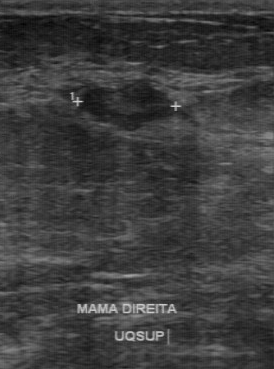
Breast ultrasound scan.
BI-RADS 3 in the original read; on a second read the margin is partially regular, the boundary fairly clear and the breast lesion hypoechoic. Biopsy showed fibroadenoma, a benign finding.